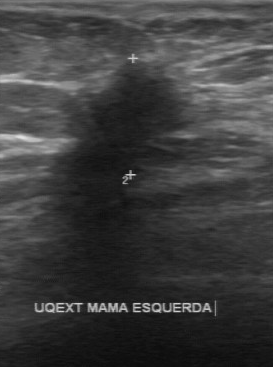
Imaging: breast US.
Breast lesion: benign on biopsy or follow-up. BI-RADS 4.